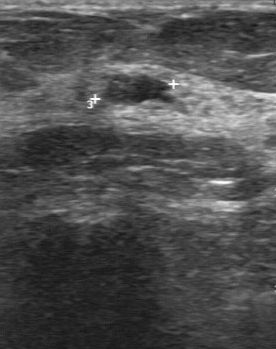
Breast ultrasound image.
BI-RADS 3 in the original read. A second reader, independent of the original assessment, describes a slightly hypoechoic lesion with a regular margin; the boundary is fairly clear. Pathology confirmed benign fibrocystic changes.